Modality: B-mode breast ultrasound.
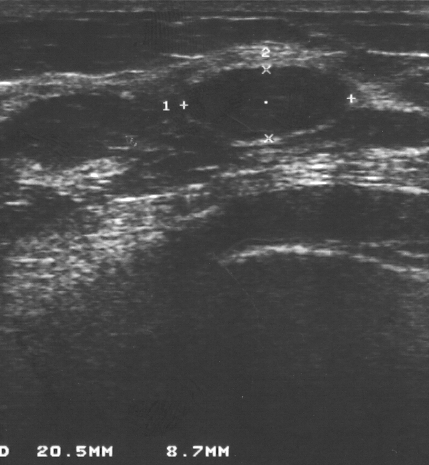
Outcome on biopsy or follow-up: benign. BI-RADS 2.